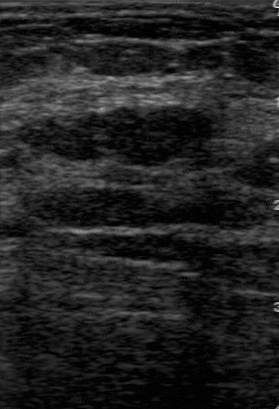
Imaging: B-mode breast ultrasound. Acquired on GE Logiq 7 @10-14MHz.
This B-mode breast ultrasound shows a mass with BI-RADS on independent re-read: 3, biopsy or follow-up result: benign, pathology: fibroadenoma.